Imaging: B-mode breast ultrasound.
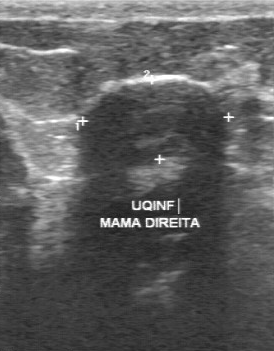
BI-RADS 3 in the original read; on a second read the margin is regular, the boundary fairly clear and the mass hypoechoic. There are no calcifications. Pathology confirmed benign fibroadenoma.